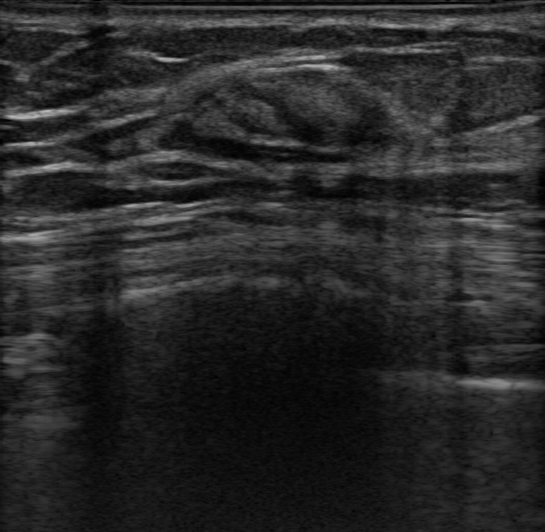
Breast sonogram. Patient age: 62.
Biopsy or follow-up result: benign.